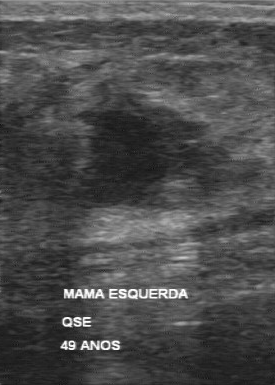
Modality: breast ultrasound.
FINDINGS: Independent BI-RADS assessment: 4B. BI-RADS (first reader): 5.